Modality: breast ultrasound.
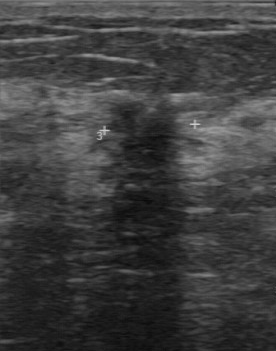
Original-read BI-RADS category: 4. On a second, independent read, a finding with an irregular margin and an unclear boundary is seen; it is hypoechoic. Calcifications: none. Pathology confirmed malignant lobular carcinoma in situ.